Background echotexture is homogeneous: fibroglandular. Patient age: 40. Breast US.
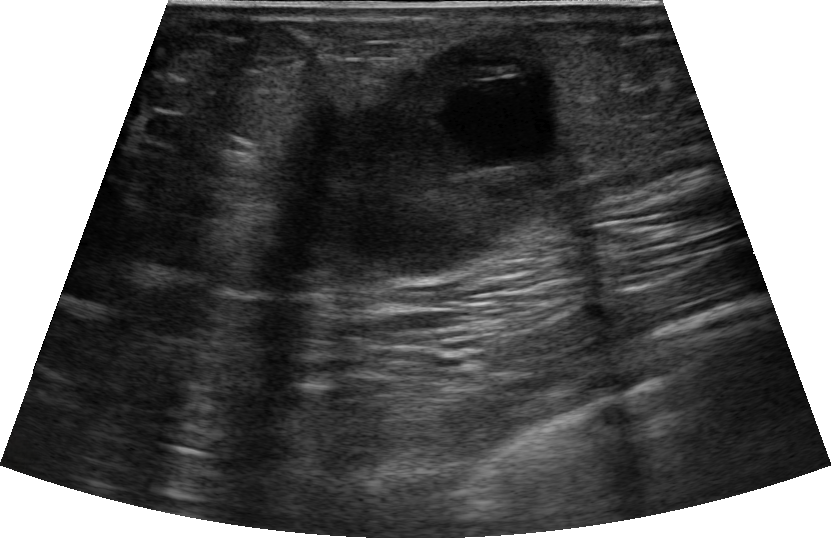
- posterior features: none
- skin thickening: none
- margin: not circumscribed - indistinct
- BI-RADS category: 4C
- calcifications: absent